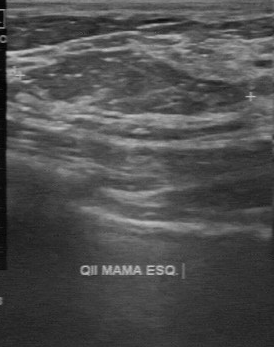
Acquired on GE Logiq 7 @10-14MHz. Modality: breast ultrasound image.
A finding is seen with BI-RADS (first reader): 2, BI-RADS on independent re-read: 3, biopsy or follow-up result: benign.